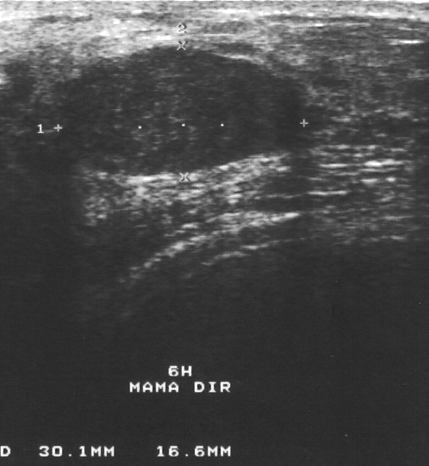
Breast ultrasound.
Breast ultrasound findings:
- BI-RADS: 3
- pathology: fibroadenoma